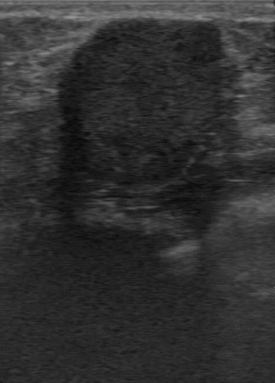
Breast ultrasound image.
Lesion region of interest: (61, 19) to (223, 184). The mass is benign on biopsy or follow-up.